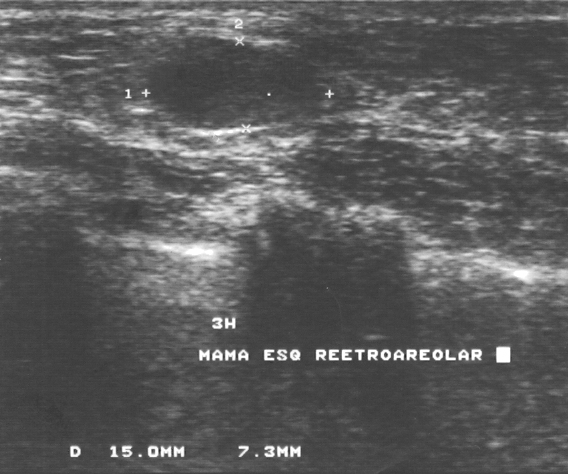
Imaging: breast ultrasound scan.
- BI-RADS category: 3
- biopsy result: fibroadenoma